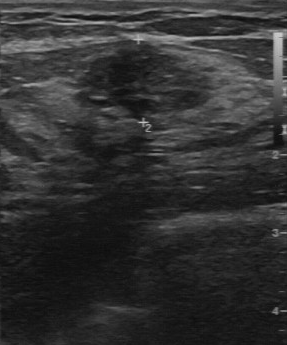
Breast ultrasound.
- echo pattern: slightly hypoechoic
- calcifications: absent
- second-reader BI-RADS: 3
- BI-RADS (first reader): 4